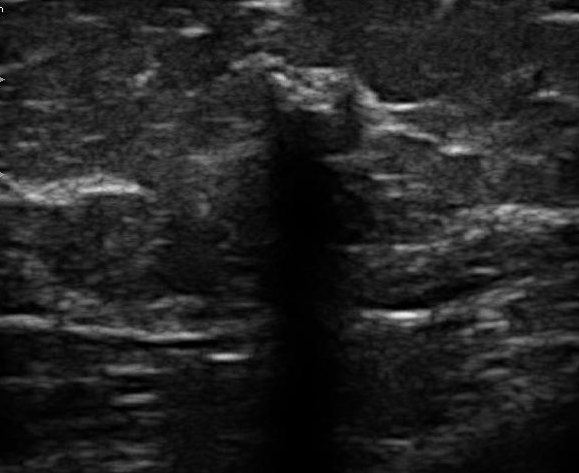
Imaging: breast sonogram.
Finding: mass, malignant on biopsy or follow-up. (BI-RADS category 5.)